Scanner: GE Logiq 5 @10-12MHz. B-mode breast ultrasound.
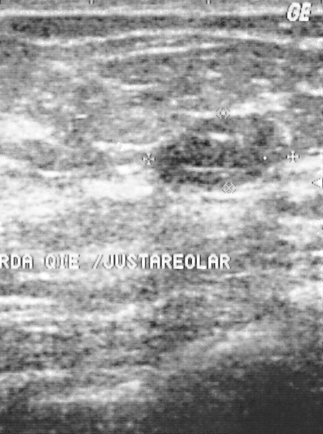
The finding is benign on biopsy or follow-up.